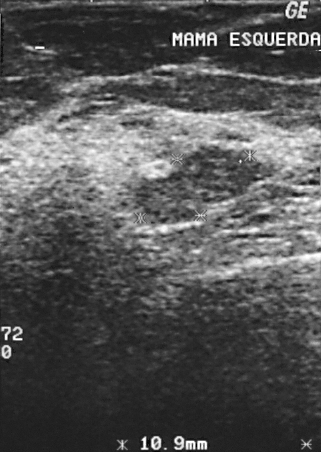
Modality: breast US.
A breast lesion is seen. BI-RADS category 2. Pathology confirmed benign lipoma.